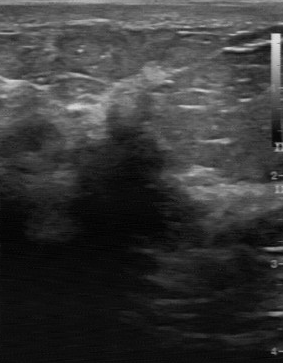
Breast ultrasound.
Original-read BI-RADS category: 5.
Descriptors from an independent second read (not the reader who assigned the category):
The lesion has an irregular margin.
Boundary: unclear.
Internally the lesion is hypoechoic.
Calcifications: none.
Biopsy showed invasive lobular carcinoma, a malignant finding.